Imaging: breast sonogram. Scanner: GE Logiq 7 @10-14MHz.
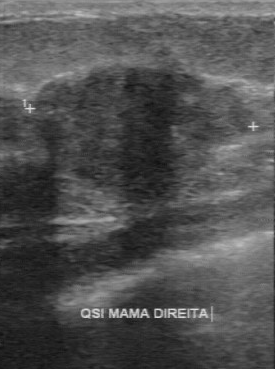
BI-RADS 4 in the original read. On a second read by an independent reader: Its boundary is somewhat unclear. The finding is hypoechoic. Margin: partially regular. There are no calcifications. Biopsy showed invasive ductal carcinoma, a malignant finding.